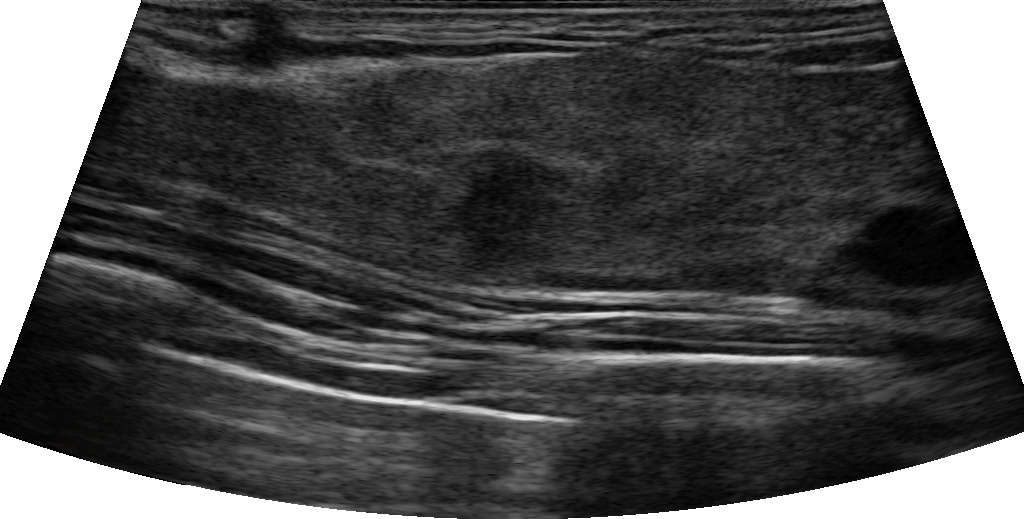
Background tissue composition: homogeneous: fibroglandular. Breast ultrasound.
The finding appears irregular. Margin: not circumscribed, indistinct. Its echo pattern is hypoechoic. Posterior features: shadowing. No echogenic halo is seen. Calcifications: in a mass. No skin thickening is seen. Assigned BI-RADS 4B. The finding is benign on biopsy or follow-up. Radiologist's impression: Suspicion of malignancy; Dysplasia.